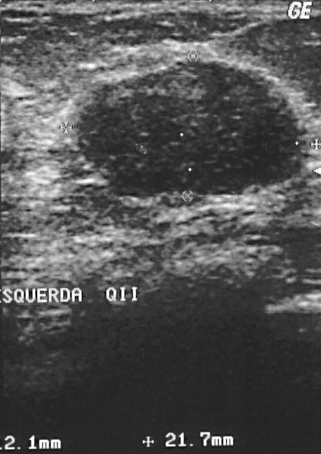
Imaging: breast ultrasound scan.
This breast lesion proved benign on biopsy or follow-up. BI-RADS assessment: 2. The biopsy result was fibroadenoma.